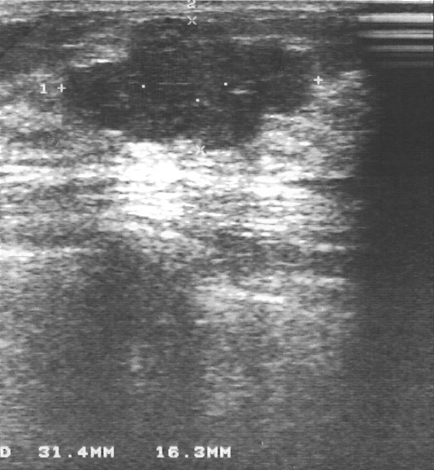
Modality: B-mode breast ultrasound.
BI-RADS category 3. Biopsy showed fibroadenoma, a benign finding. Outcome on biopsy or follow-up: benign.